Imaging: breast ultrasound scan.
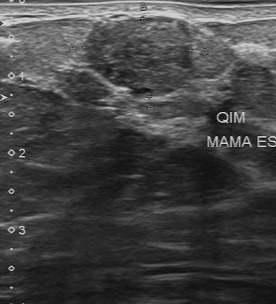
Pixel coordinates (x1, y1, x2, y2): Segment the lesion: bounding box x1=84, y1=16, x2=194, y2=97.